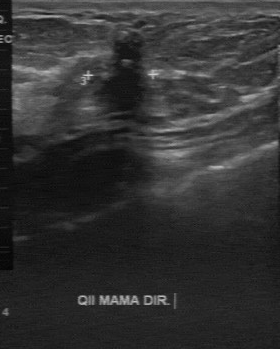
Breast ultrasound scan. Acquired on GE Logiq 7 @10-14MHz.
BI-RADS (first reader): 4. The BI-RADS (second read) is 4B.